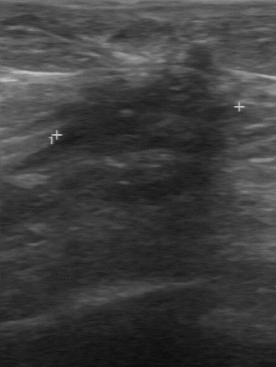
Imaging: B-mode breast ultrasound.
The BI-RADS (first reader) is 4. No calcifications are seen. The BI-RADS on independent re-read is 4B.